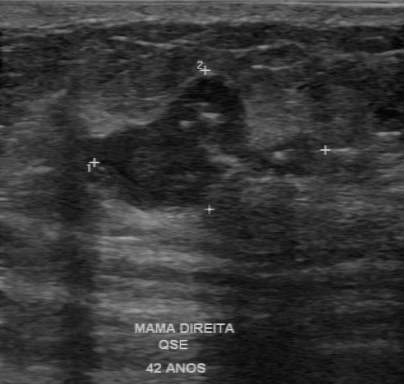
Modality: breast ultrasound image.
Independent BI-RADS assessment: 4B. Original BI-RADS: 4. Calcifications: multiple clustered microcalcifications.